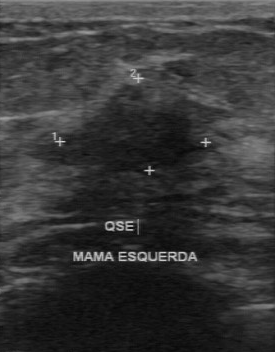
Modality: breast US.
The breast lesion demonstrates BI-RADS category: 4, outcome on biopsy or follow-up: benign.